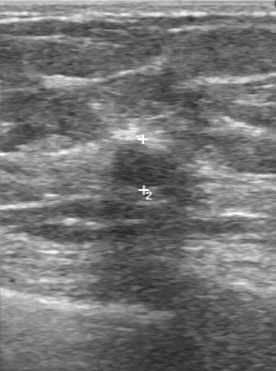
Modality: breast US.
(coordinates in a 276x371 pixel frame) Breast lesion bounding box: x1=112, y1=142, x2=180, y2=189. The breast lesion is benign on biopsy or follow-up.